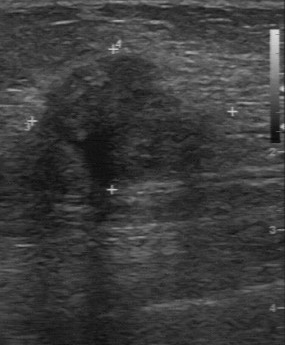
Modality: breast ultrasound image.
- lesion boundary: somewhat unclear
- independent BI-RADS assessment: 4A
- internal echoes: slightly hypoechoic